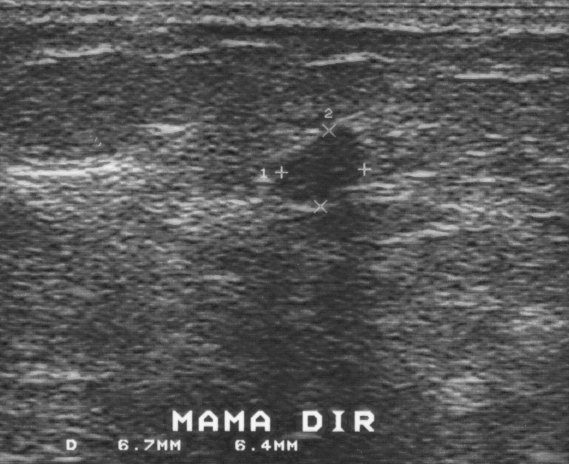
Breast ultrasound.
Finding: lesion, benign on biopsy or follow-up.